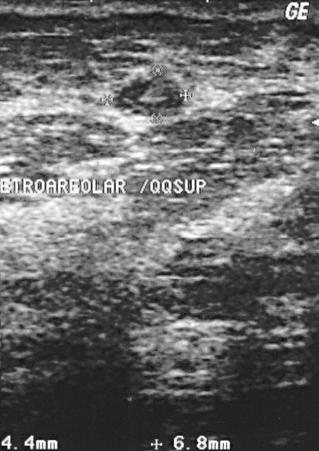
Imaging: breast ultrasound. Scanner: GE Logiq 5 @10-12MHz.
Breast lesion: benign on biopsy or follow-up. (BI-RADS category 2.)